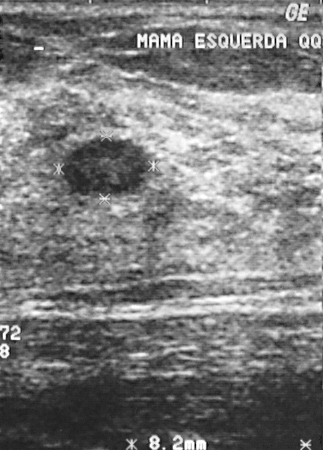
Imaging: breast ultrasound image.
BI-RADS category 2.
Histopathology: cyst (benign).